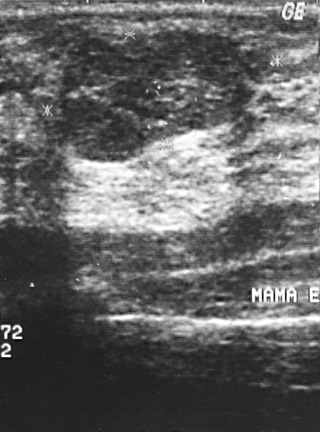
Imaging: breast ultrasound scan. Acquired on GE Logiq 5 @10-12MHz.
FINDINGS: BI-RADS: 2.
OUTCOME ON BIOPSY OR FOLLOW-UP: benign.